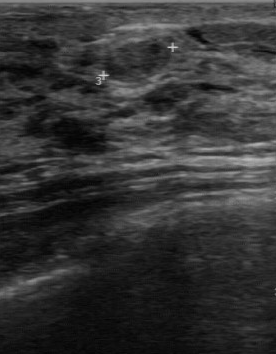
Modality: breast ultrasound scan. Acquired on GE Logiq 7 @10-14MHz.
FINDINGS: Internal echoes: hypoechoic. Calcifications: absent. Boundary: clear. Lesion margin: regular. Pathology: intraductal papilloma.
OUTCOME ON BIOPSY OR FOLLOW-UP: benign.